Modality: breast US.
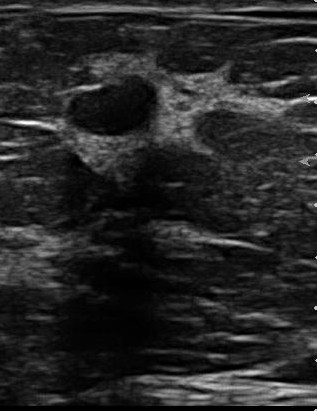
BI-RADS on independent re-read is 3. The original BI-RADS is 2. Confirmed outcome (biopsy or follow-up) is benign.